Modality: B-mode breast ultrasound.
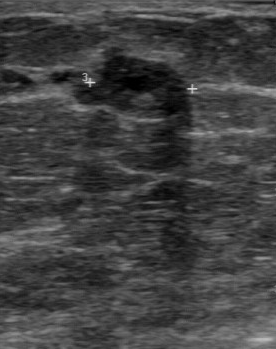
Calcifications: absent. Boundary: clear. Margin: regular. Outcome on biopsy or follow-up: benign. Echo pattern: hypoechoic. Pathology: intraductal papilloma.
OUTCOME ON BIOPSY OR FOLLOW-UP: benign.